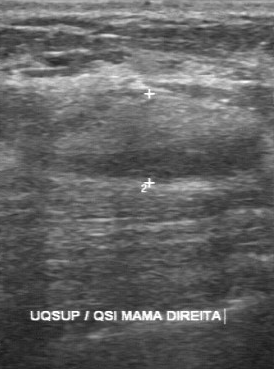
Modality: breast ultrasound scan.
The breast lesion was assessed as BI-RADS 3 by the original reader.
Descriptors from an independent second read (not the reader who assigned the category):
The breast lesion has a regular margin.
Boundary: fairly clear.
Echo pattern: heterogeneous.
Calcifications: none.
Histopathology: hamartoma (benign).